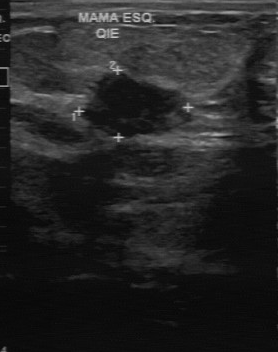
Imaging: breast ultrasound.
FINDINGS: BI-RADS category: 5. Biopsy or follow-up result: malignant. Pathology: invasive ductal carcinoma.
OUTCOME ON BIOPSY OR FOLLOW-UP: malignant.